Imaging: breast ultrasound.
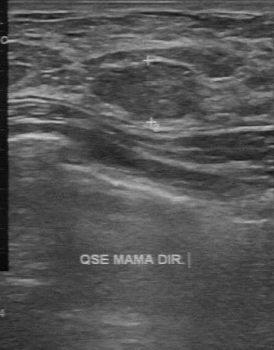
The mass was assessed as BI-RADS 2 by the original reader. On a second, independent read, a mass with a regular margin and a clear boundary is seen; it is slightly hypoechoic. There are no calcifications. Histopathology: fibroadenoma (benign).